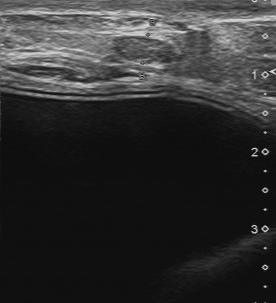
Breast ultrasound.
Segment the lesion: bounding box (113,36)-(180,64). The lesion is benign on biopsy or follow-up.